Imaging: breast sonogram.
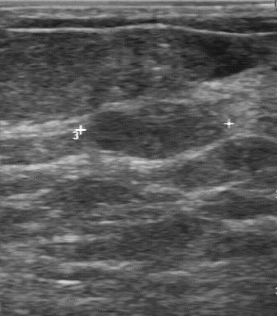
Pixel coordinates (x1, y1, x2, y2): Lesion region of interest: x1=82, y1=101, x2=225, y2=160. The mass is benign on biopsy or follow-up. BI-RADS 3.